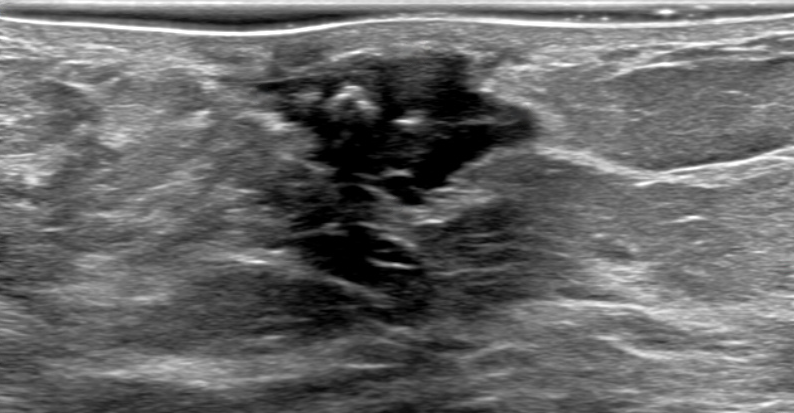
B-mode breast ultrasound.
Biopsy or follow-up result: benign. (BI-RADS category 4A.)